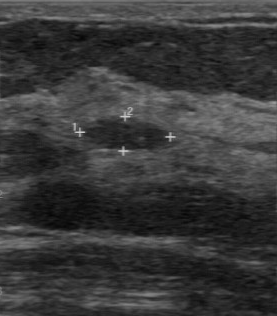
Modality: breast sonogram. Acquired on GE Logiq 7 @10-14MHz.
The lesion margin is regular. No calcifications are seen. Echo pattern: hypoechoic. Boundary: clear.